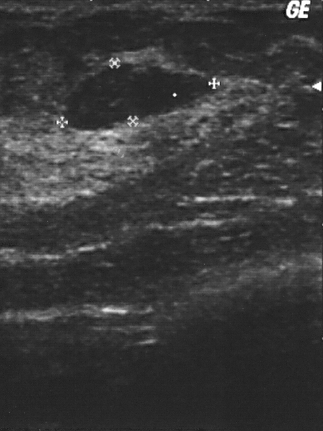
Breast ultrasound.
A lesion is present on this breast ultrasound. It was assessed as BI-RADS 2. The biopsy result was fibroadenoma; the lesion is benign.